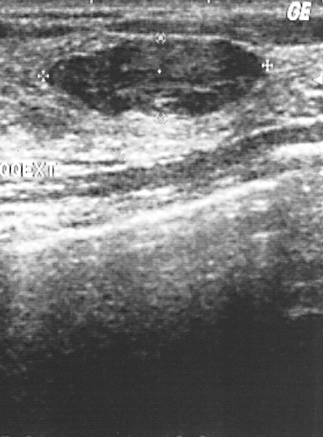
Breast sonogram. Acquired on GE Logiq 5 @10-12MHz.
Biopsy or follow-up result: benign. The biopsy result was fibroadenoma; the finding is benign. BI-RADS assessment: 2.